Breast ultrasound image. Acquired on GE Logiq 7 @10-14MHz.
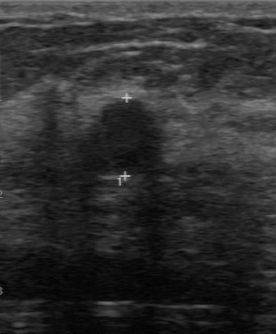
Coordinates are pixels in the 276x334 image. Mass bounding box: 79 99 166 176. The mass is benign on biopsy or follow-up.